Imaging: breast ultrasound.
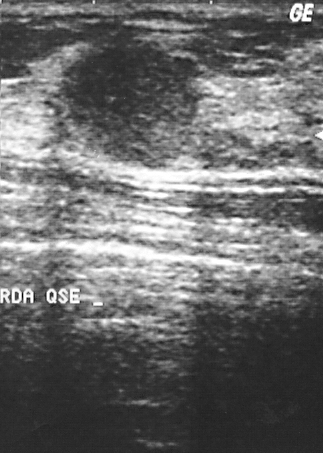
The mass is assessed as BI-RADS 2.
Histopathology: invasive ductal carcinoma (malignant).